Imaging: breast US. Acquired on GE Logiq 7 @10-14MHz.
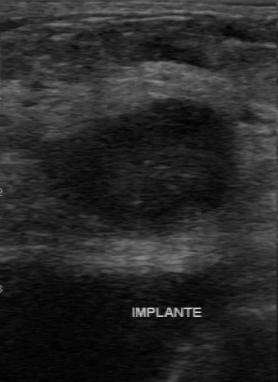
Pixel coordinates (x1, y1, x2, y2): Segment the breast lesion: bounding box 27 95 243 241. The breast lesion is malignant on biopsy or follow-up.